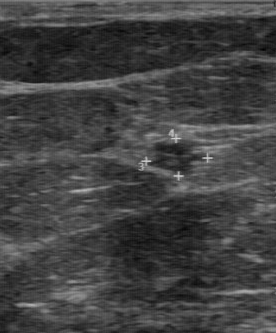
Modality: breast ultrasound image.
The finding was categorized BI-RADS 4 in the original read.
The following findings are from a second reader, independent of the original assessment.
Margin: partially regular.
Boundary: somewhat unclear.
Echo pattern: slightly hypoechoic.
There are no calcifications.
Biopsy showed intraductal papilloma, a benign finding.